Imaging: breast ultrasound scan. Acquired on GE Logiq 5 @10-12MHz.
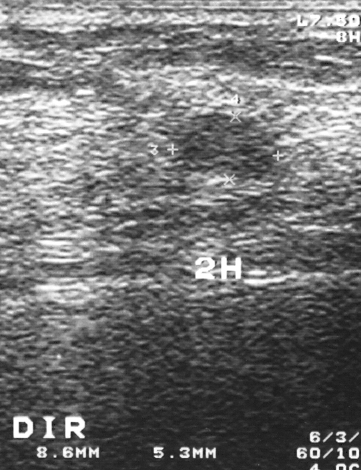
BI-RADS is 3.